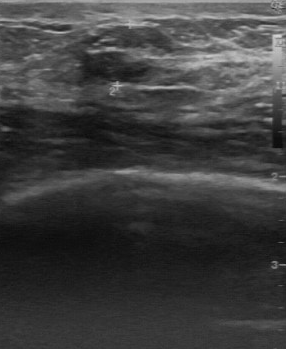
Acquired on GE Logiq 7 @10-14MHz. Modality: breast ultrasound image.
BI-RADS 3 in the original read; on a second read the margin is partially regular, the boundary fairly clear and the finding slightly hypoechoic. The biopsy result was fibroadenoma; the finding is benign.